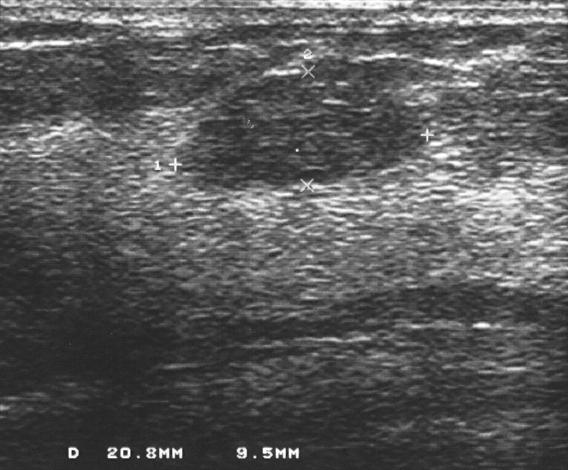
Imaging: breast sonogram.
BI-RADS assessment: 2. Pathology confirmed fibroadenoma. Biopsy or follow-up result: benign.